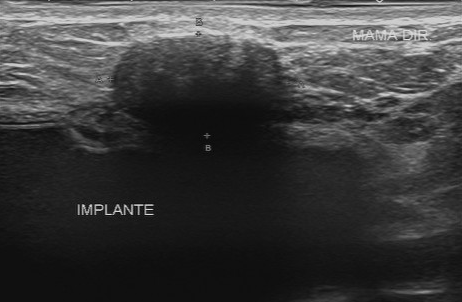
B-mode breast ultrasound.
A mass is seen with histopathology: fibrosis, BI-RADS category: 4.